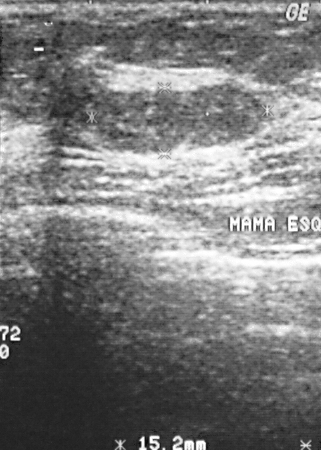
Modality: breast ultrasound.
Histopathology: fibroadenoma (benign). BI-RADS assessment: 2. This breast lesion proved benign on biopsy or follow-up.